Breast sonogram. Acquired on GE Logiq 5 @10-12MHz.
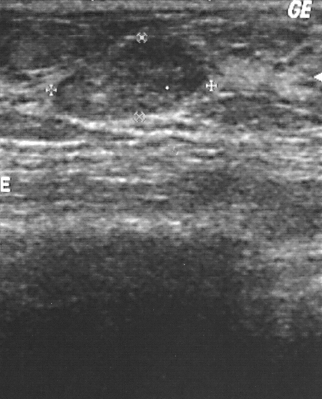
Biopsy or follow-up result: benign. The breast lesion is assessed as BI-RADS 2. Pathology confirmed fibroadenoma.